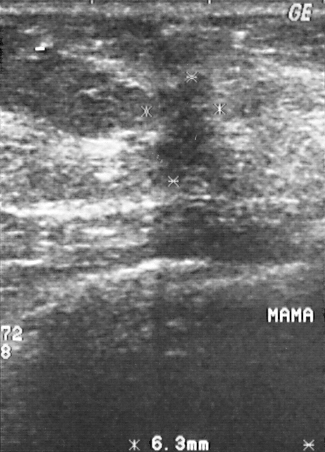
Scanner: GE Logiq 5 @10-12MHz. Breast ultrasound scan.
BI-RADS assessment: 4. The mass is malignant on biopsy or follow-up. The biopsy result was invasive ductal carcinoma.